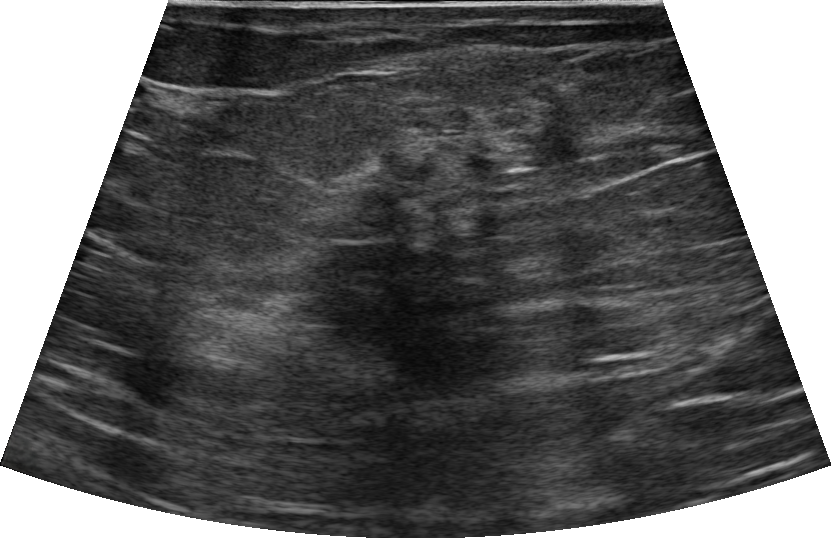
Background tissue composition: heterogeneous: predominantly fibroglandular. Imaging: breast ultrasound scan.
- posterior features: shadowing
- BI-RADS: 3
- confirmed outcome (biopsy or follow-up): benign
- skin thickening: absent
- echogenicity: heterogeneous
- lesion shape: oval
- verification: confirmed by biopsy
- echogenic halo: none
- calcifications: absent